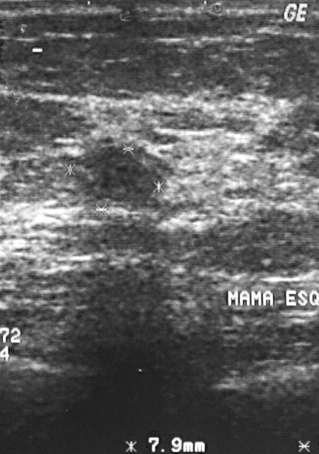
Imaging: B-mode breast ultrasound.
BI-RADS category 2.
Outcome on biopsy or follow-up: benign.
The biopsy result was fibrocystic changes; the mass is benign.